Modality: breast US.
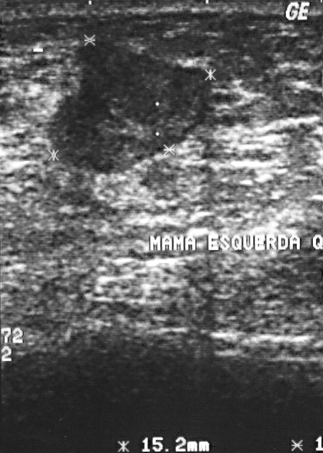
Biopsy or follow-up result: malignant.